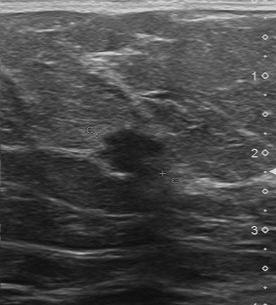
Modality: breast ultrasound.
The lesion is malignant on biopsy or follow-up.